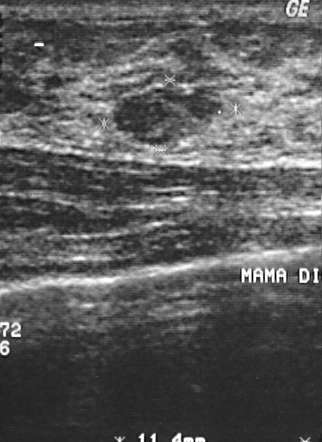
Modality: breast ultrasound image. Acquired on GE Logiq 5 @10-12MHz.
A lesion is present on this breast ultrasound image. It was assessed as BI-RADS 2. Histopathology: fibroadenoma (benign).